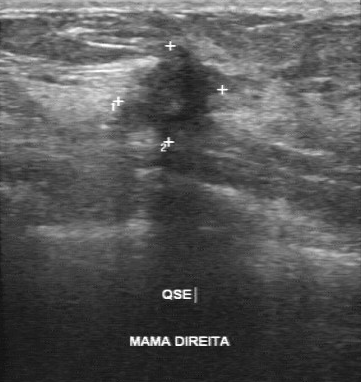
Modality: breast US.
Finding: breast lesion, malignant on biopsy or follow-up.